Imaging: breast ultrasound image.
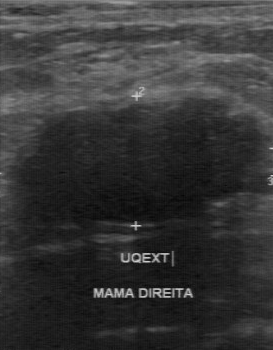
The breast lesion was assessed as BI-RADS 4 by the original reader. On a second, independent read, a breast lesion with a regular margin and a somewhat unclear boundary is seen; it is hypoechoic. Calcifications: none. Biopsy showed fibroadenoma, a benign finding.